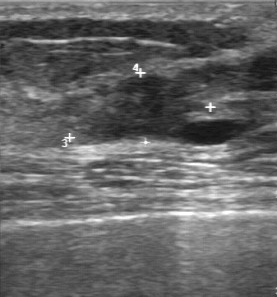
Acquired on GE Logiq 7 @10-14MHz. Imaging: breast ultrasound image.
A lesion is seen with BI-RADS category: 4, outcome on biopsy or follow-up: benign.